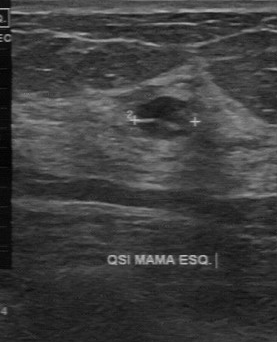
Scanner: GE Logiq 7 @10-14MHz. Modality: breast sonogram.
Lesion characteristics:
- boundary: fairly clear
- confirmed outcome (biopsy or follow-up): benign
- calcifications: absent
- lesion margin: partially regular
- internal echoes: slightly hypoechoic